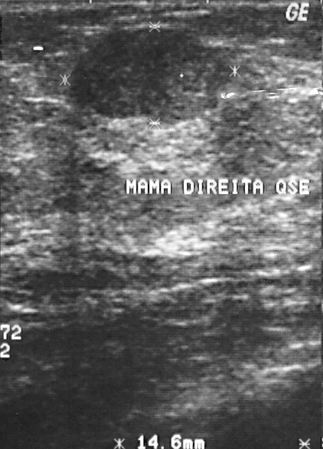
Modality: B-mode breast ultrasound.
BI-RADS category: 2. Outcome on biopsy or follow-up: benign.